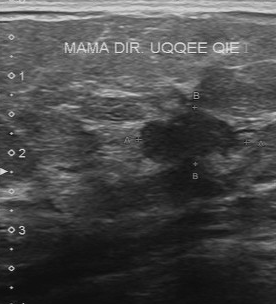
Modality: breast ultrasound scan.
A mass is seen with BI-RADS: 5, biopsy or follow-up result: malignant.